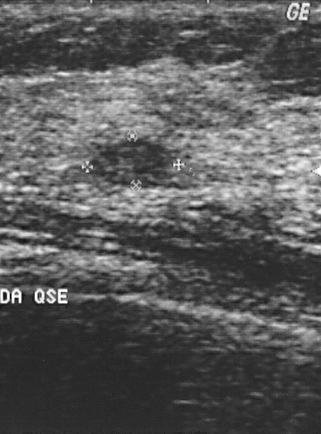
Modality: breast ultrasound scan. Scanner: GE Logiq 5 @10-12MHz.
Finding bounding box: (96, 139) to (168, 183).